Breast sonogram.
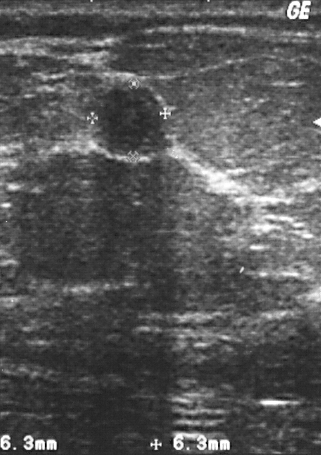
Coordinates are pixels in the 321x455 image. Lesion region of interest: top-left (93, 88), bottom-right (165, 155).